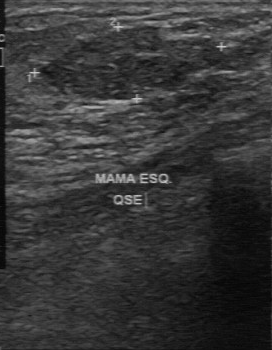
Modality: breast US.
The boundary is fairly clear. Lesion margin: partially regular. There are no calcifications. The outcome on biopsy or follow-up is benign. Internal echoes are slightly hypoechoic. Biopsy result: fibroadenoma.